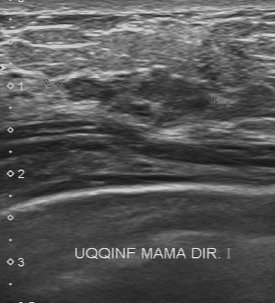
Breast US. Scanner: Toshiba Aplio 300 @12-14 MHz.
FINDINGS: BI-RADS assessment: 4. Pathology: lobular carcinoma in situ.
OUTCOME ON BIOPSY OR FOLLOW-UP: malignant.